Breast ultrasound.
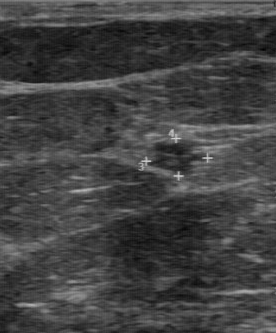
A mass is seen with partially regular margin, biopsy or follow-up result: benign, calcifications: absent, slightly hypoechoic echo pattern, second-reader BI-RADS: 3.